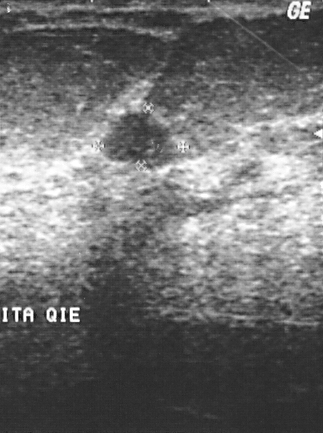
Imaging: breast US.
Biopsy or follow-up result: benign.